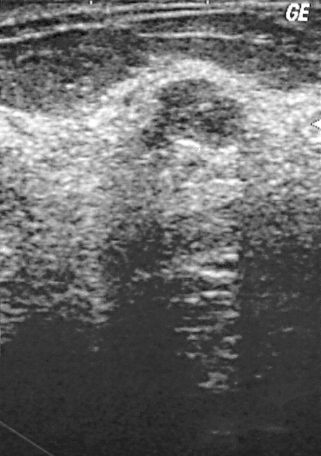
Breast sonogram.
This breast sonogram shows a finding, benign on biopsy or follow-up.